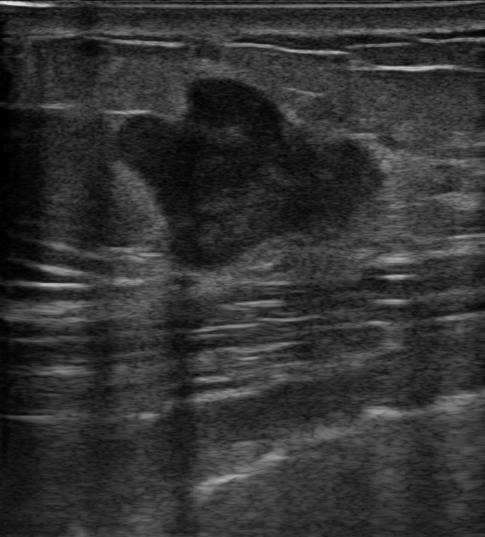
Age 63. Imaging: breast ultrasound image.
Skin thickening: none. Posterior acoustic features: absent. The biopsy result is Invasive carcinoma of no special type (NST). Lesion margin is not circumscribed - microlobulated. The shape is irregular. The echogenic halo is absent. BI-RADS category: 4C. Calcifications are absent. The differential is Suspicion of malignancy. Biopsy or follow-up result: malignant. The echo pattern is hypoechoic.